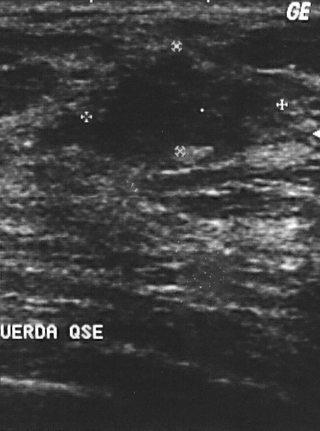
Breast sonogram.
This breast sonogram shows a finding, benign on biopsy or follow-up. (BI-RADS category 4.)